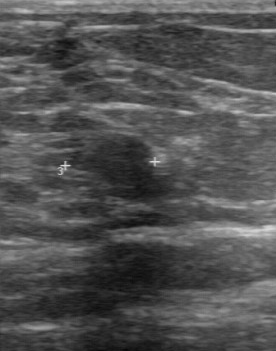
Imaging: breast US.
Original-read BI-RADS category: 4. A second reader, independent of the original assessment, describes a hypoechoic mass with a regular margin; the boundary is clear. There are no calcifications. The biopsy result was fibroadenoma; the mass is benign.